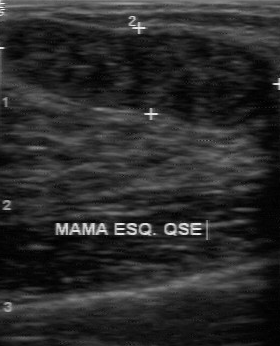
Imaging: breast ultrasound image.
The finding was categorized BI-RADS 2 in the original read. Descriptors from an independent second read (not the reader who assigned the category): There are no calcifications. The lesion boundary is clear. Echo pattern: hypoechoic. The finding has a regular margin. Histopathology: fibroadenoma (benign).